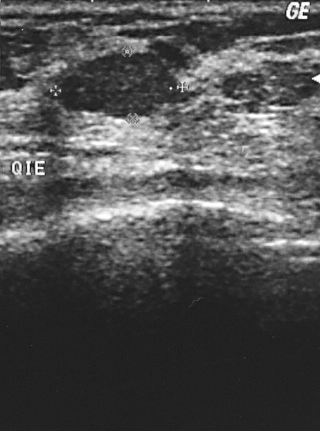
Scanner: GE Logiq 5 @10-12MHz. Modality: B-mode breast ultrasound.
A mass is seen. Assessment: BI-RADS 2. Histopathology: fibroadenoma (benign).